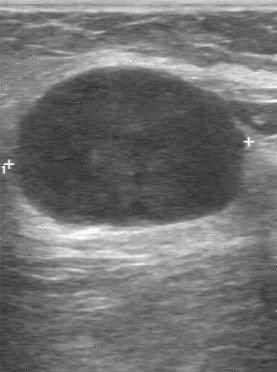
Modality: breast US.
The breast lesion was categorized BI-RADS 4 in the original read. On a second, independent read, a breast lesion with a regular margin and a clear boundary is seen; it is hypoechoic. Pathology confirmed malignant adenocarcinoma.